Modality: breast ultrasound image.
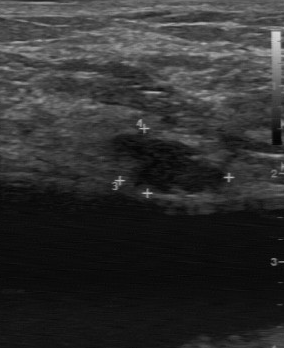
BI-RADS 4 in the original read. The following findings are from a second reader, independent of the original assessment. Boundary: somewhat unclear. The finding is hypoechoic. Calcifications: none. The finding has a partially regular margin. The biopsy result was fibroadenoma; the finding is benign.